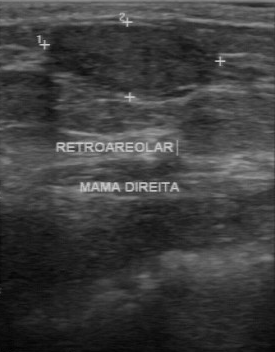
Imaging: breast US.
A mass is seen with clear boundary, calcifications: absent, hypoechoic echo pattern, regular lesion margin.